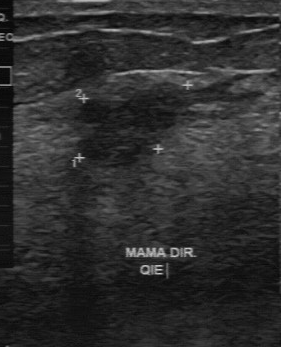
Imaging: breast sonogram. Acquired on GE Logiq 7 @10-14MHz.
This breast sonogram shows a breast lesion with BI-RADS: 4, outcome on biopsy or follow-up: benign.